Modality: B-mode breast ultrasound.
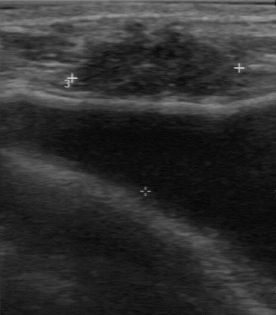
FINDINGS: Margin: partially regular. Lesion boundary: somewhat unclear. Echogenicity: hypoechoic. Calcifications: none.